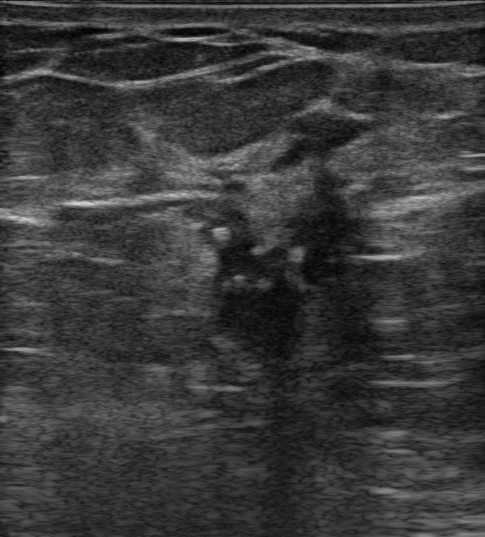
Imaging: breast ultrasound scan. Background echotexture is heterogeneous: predominantly fat.
This breast ultrasound scan shows a finding, malignant on biopsy or follow-up.